Imaging: breast US.
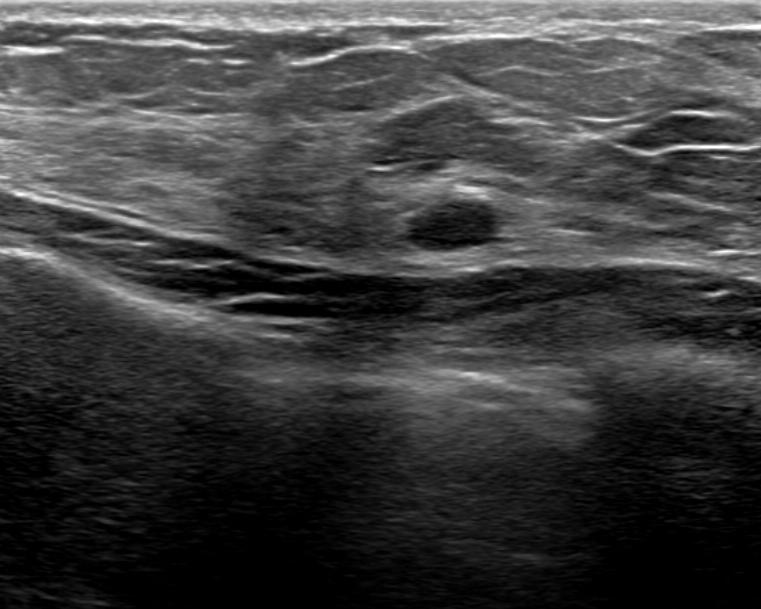
(coordinates in a 761x609 pixel frame) The lesion occupies approximately top-left (397, 190), bottom-right (503, 256).